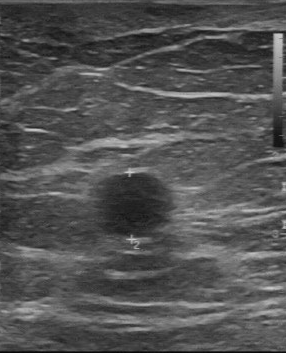
Acquired on GE Logiq 7 @10-14MHz. Imaging: breast ultrasound scan.
BI-RADS 2 in the original read; on a second read the margin is regular, the boundary fairly clear and the lesion slightly hypoechoic. There are no calcifications. Pathology confirmed benign cyst.